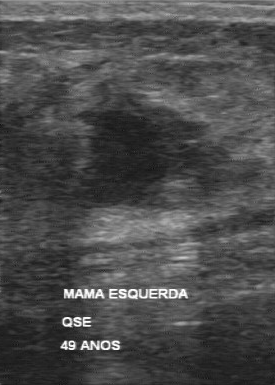
Acquired on GE Logiq 7 @10-14MHz. Modality: breast ultrasound.
The boundary is unclear. No calcifications are seen. Margin is irregular. Internal echoes are hypoechoic.